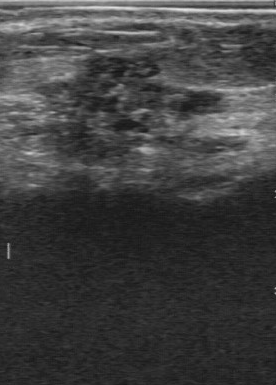
Imaging: breast ultrasound.
Biopsy or follow-up result: malignant. (BI-RADS category 5.)